Breast US.
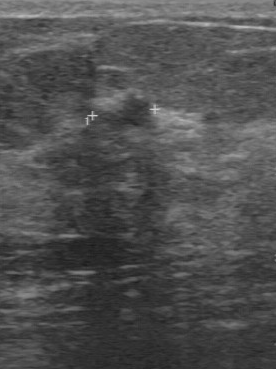
This breast US shows a finding, malignant on biopsy or follow-up.